Imaging: breast ultrasound.
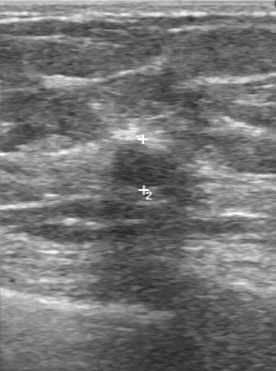
Original-read BI-RADS category: 4. A second, independent read describes the lesion as follows. The margin is partially regular. The lesion boundary is fairly clear. Internally the lesion is slightly hypoechoic. Calcifications: none. Biopsy showed fibroadenoma, a benign finding.